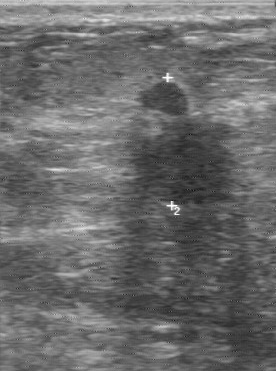
Breast ultrasound.
(coordinates in a 276x371 pixel frame) The mass occupies approximately [128, 82, 241, 206].